Breast ultrasound. Scanner: GE Logiq 5 @10-12MHz.
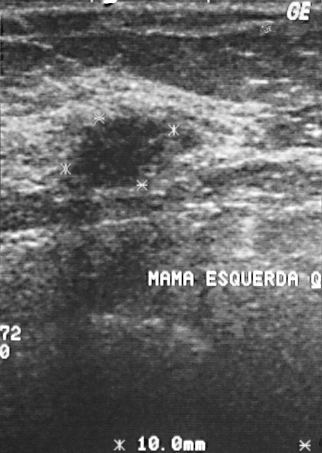
Coordinates are pixels in the 322x453 image. The finding is located within the bounding box x1=65, y1=115, x2=175, y2=191.